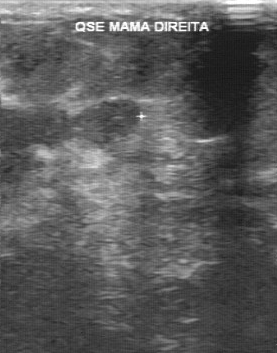
Modality: breast ultrasound.
- BI-RADS: 5
- outcome on biopsy or follow-up: malignant